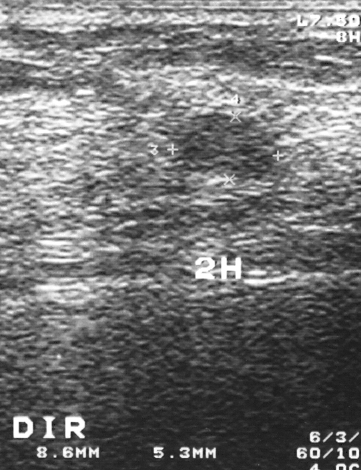
Modality: breast sonogram.
Biopsy or follow-up result: benign.